Breast US.
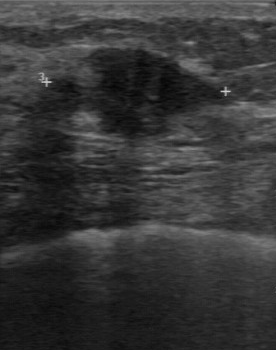
Echo pattern: hypoechoic. Margin: partially regular. Boundary: somewhat unclear. BI-RADS on independent re-read: 4B.
OUTCOME ON BIOPSY OR FOLLOW-UP: malignant.